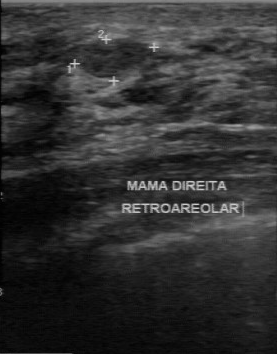
Scanner: GE Logiq 7 @10-14MHz. Breast ultrasound scan.
Biopsy or follow-up result: benign.